Modality: breast US.
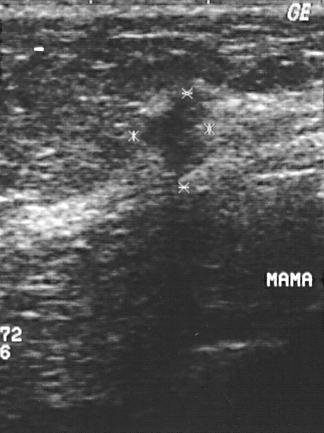
The lesion is malignant on biopsy or follow-up. BI-RADS 4.